Background tissue composition: heterogeneous: predominantly fibroglandular. Imaging: breast US.
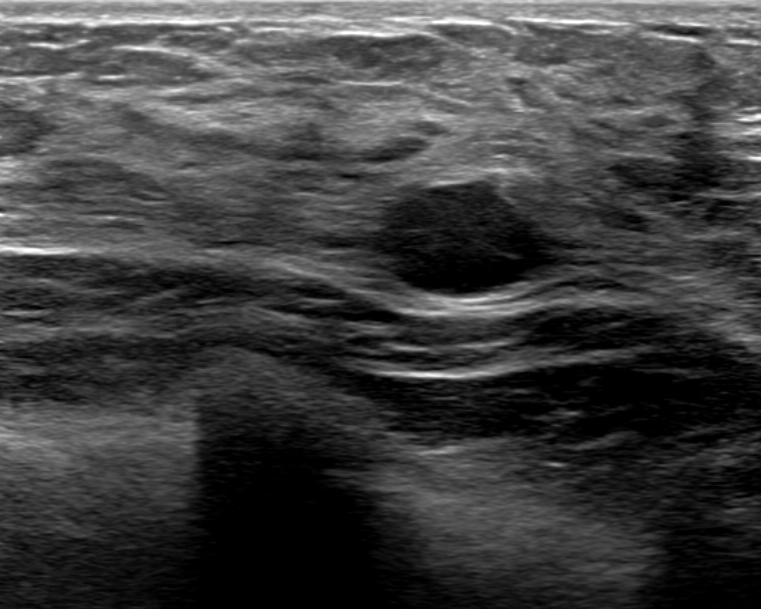
Breast US findings:
- echogenic halo: absent
- calcifications: none
- lesion margin: circumscribed
- BI-RADS: 2
- posterior acoustic features: enhancement
- skin thickening: none
- echo pattern: hypoechoic
- radiologic interpretation: Cyst filled with thick fluid
- lesion shape: oval